B-mode breast ultrasound.
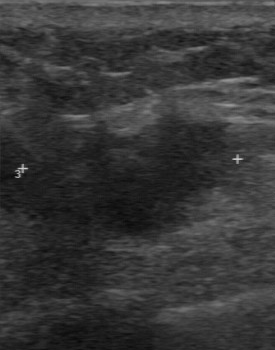
Biopsy or follow-up result: malignant.